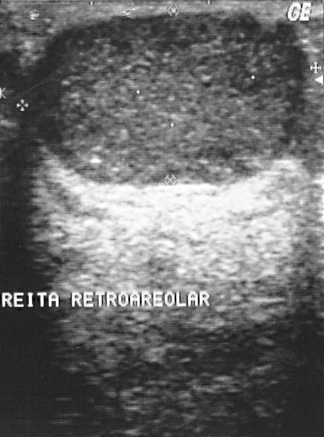
Modality: breast ultrasound image.
A breast lesion is seen. It was assessed as BI-RADS 2. Histopathology: cyst (benign).